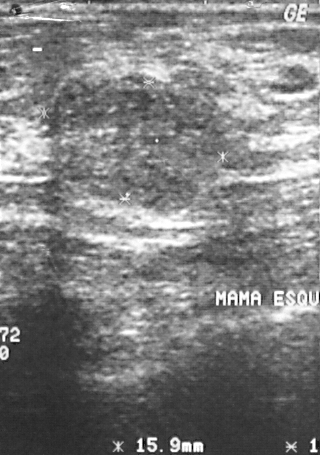
Breast sonogram.
The lesion is benign on biopsy or follow-up.